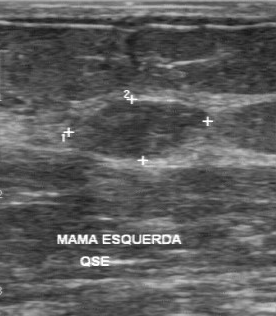
Acquired on GE Logiq 7 @10-14MHz. Breast ultrasound.
The mass is located within the bounding box x1=74, y1=99, x2=201, y2=160.